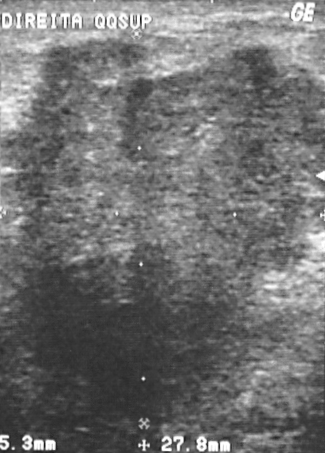
Modality: B-mode breast ultrasound.
Biopsy or follow-up result: malignant. (BI-RADS category 5.)